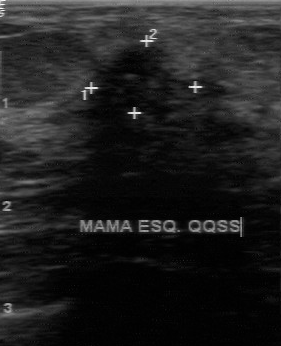
Imaging: breast sonogram.
Pixel coordinates (x1, y1, x2, y2): Lesion region of interest: 88 44 176 115. The finding is malignant on biopsy or follow-up.